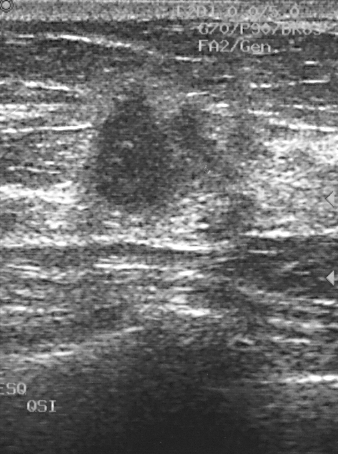
Breast ultrasound image. Acquired on GE Logiq 5 @10-12MHz.
The finding is assessed as BI-RADS 5. The biopsy result was invasive ductal carcinoma. This finding proved malignant on biopsy or follow-up.